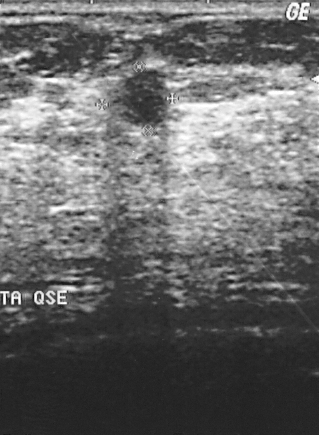
Scanner: GE Logiq 5 @10-12MHz. Imaging: B-mode breast ultrasound.
This B-mode breast ultrasound shows a breast lesion, benign on biopsy or follow-up.